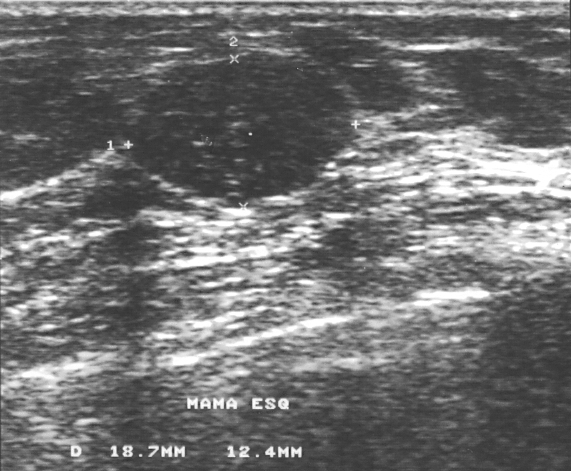
Imaging: B-mode breast ultrasound. Acquired on GE Logiq 5 @10-12MHz.
(coordinates in a 571x471 pixel frame) The finding is located within the bounding box top-left (132, 55), bottom-right (350, 199). The finding is benign on biopsy or follow-up.